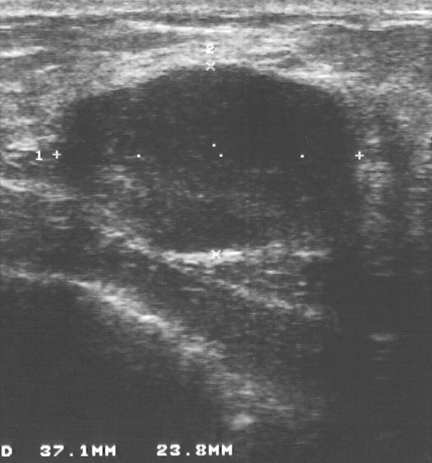
Breast US. Scanner: GE Logiq 5 @10-12MHz.
This breast US shows a finding with BI-RADS: 3, biopsy result: fibroadenoma.